Breast sonogram.
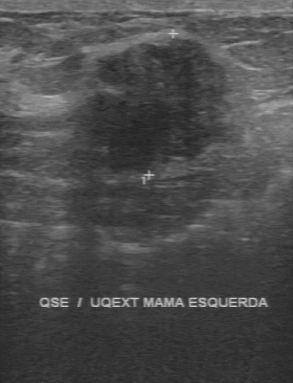
FINDINGS: Breast sonogram. Boundary: unclear. Contour: irregular. Calcifications: none. Echo pattern: hypoechoic.
OUTCOME ON BIOPSY OR FOLLOW-UP: benign.